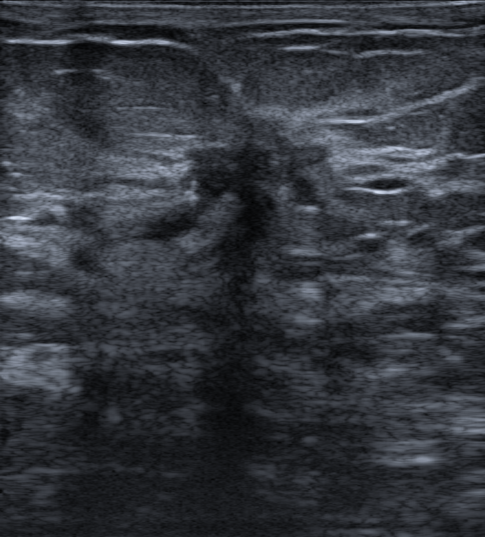
Modality: B-mode breast ultrasound. Background echotexture is homogeneous: fat.
There is an irregular lesion that is hypoechoic, with margins that are not circumscribed (spiculated, angular, microlobulated and indistinct). There is posterior acoustic shadowing. There are no calcifications. Echogenic halo: present. There is no skin thickening. BI-RADS 5; malignant on biopsy or follow-up. Histopathology: Invasive micropapillary carcinoma.